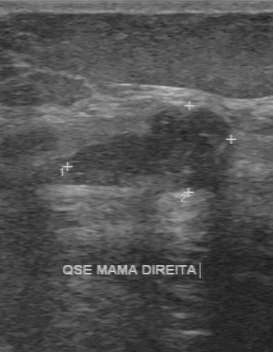
Imaging: breast sonogram.
FINDINGS: BI-RADS category: 3. Biopsy result: fibroadenoma. Confirmed outcome (biopsy or follow-up): benign.
OUTCOME ON BIOPSY OR FOLLOW-UP: benign.